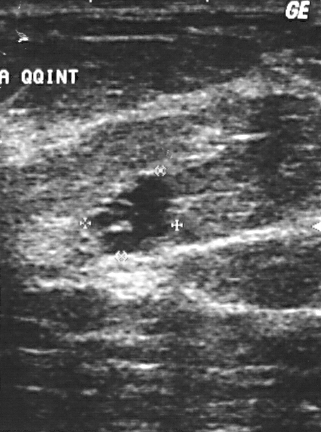
Modality: breast US.
The breast lesion occupies approximately (88, 178) to (174, 254). The breast lesion is benign on biopsy or follow-up. BI-RADS 3.